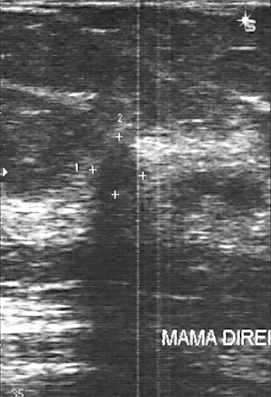
B-mode breast ultrasound.
FINDINGS: Outcome on biopsy or follow-up: malignant. BI-RADS category: 4.
OUTCOME ON BIOPSY OR FOLLOW-UP: malignant.